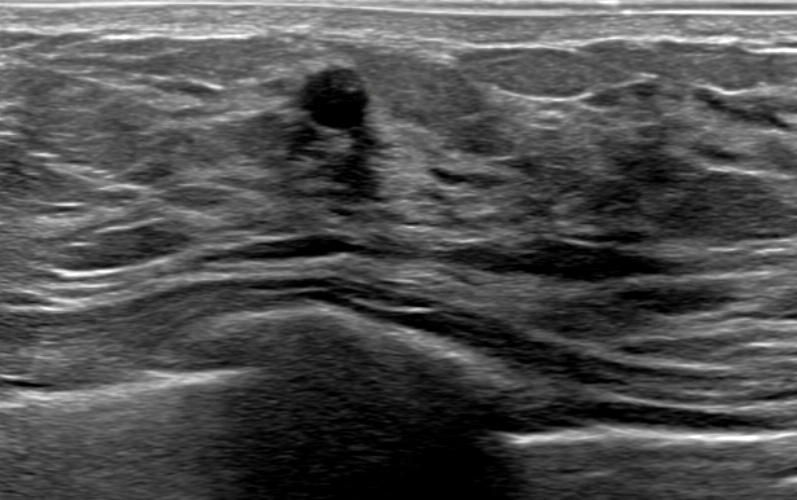
Imaging: breast ultrasound.
There is no echogenic halo. No calcifications are seen. It has a round shape. Skin thickening is present. There are no posterior acoustic features. The margin is not circumscribed (angular and indistinct). Echogenicity: heterogeneous. This lesion proved benign on biopsy or follow-up. Biopsy result: Benign mammary dysplasia. The lesion is assessed as BI-RADS 4C.